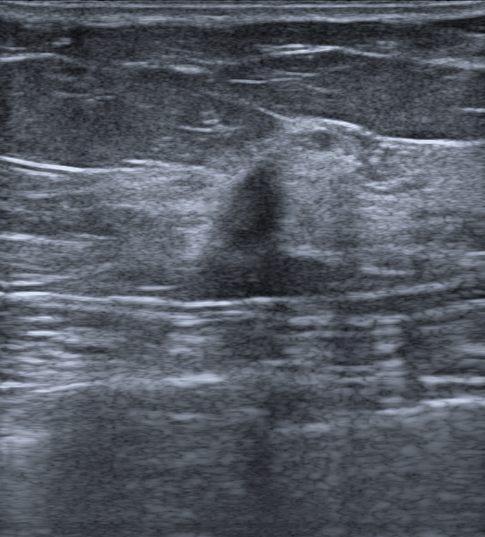
Age 57. Breast sonogram.
Biopsy result: Invasive carcinoma of no special type (NST); Ductal carcinoma in situ (DCIS). Radiologist's impression: Suspicion of malignancy. Assigned BI-RADS 5. Shape: irregular. The mass has microlobulated and indistinct margins. Its echo pattern is hypoechoic. Posterior shadowing is present. Echogenic halo: absent. Calcifications: none. Skin thickening: none.